Modality: breast sonogram.
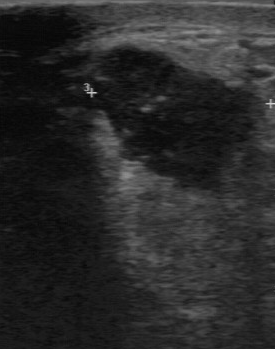
The finding demonstrates somewhat unclear lesion boundary, calcifications: suspected, partially regular margin, second-reader BI-RADS: 4B, outcome on biopsy or follow-up: malignant, hypoechoic echo pattern.